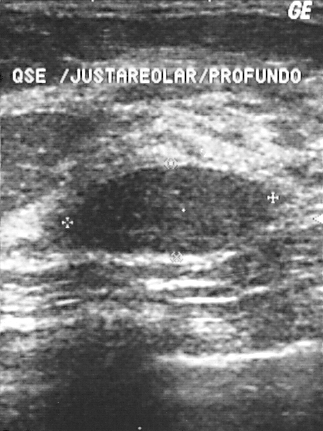
Imaging: B-mode breast ultrasound.
The biopsy result was fibroadenoma; the mass is benign.
BI-RADS assessment: 2.